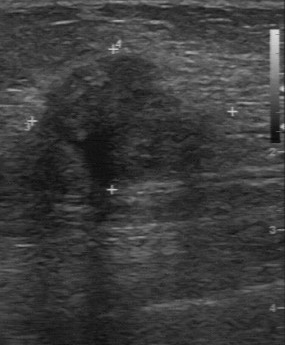
B-mode breast ultrasound.
BI-RADS 5 in the original read; on a second read the margin is partially regular, the boundary somewhat unclear and the finding slightly hypoechoic. Calcifications: suspected. Biopsy showed invasive ductal carcinoma, a malignant finding.